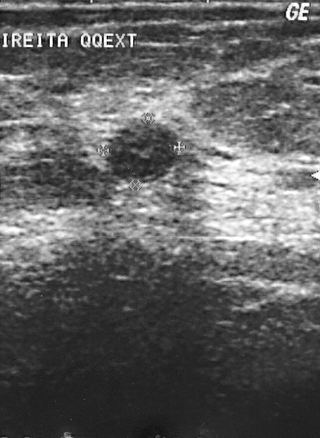
Breast US.
Pathology confirmed fibroadenoma. The lesion is benign on biopsy or follow-up. The lesion is assessed as BI-RADS 3.